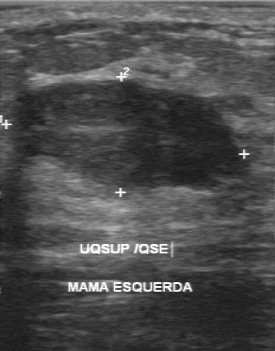
Imaging: breast sonogram.
Pixel coordinates (x1, y1, x2, y2): Lesion region of interest: [16, 79, 239, 187].